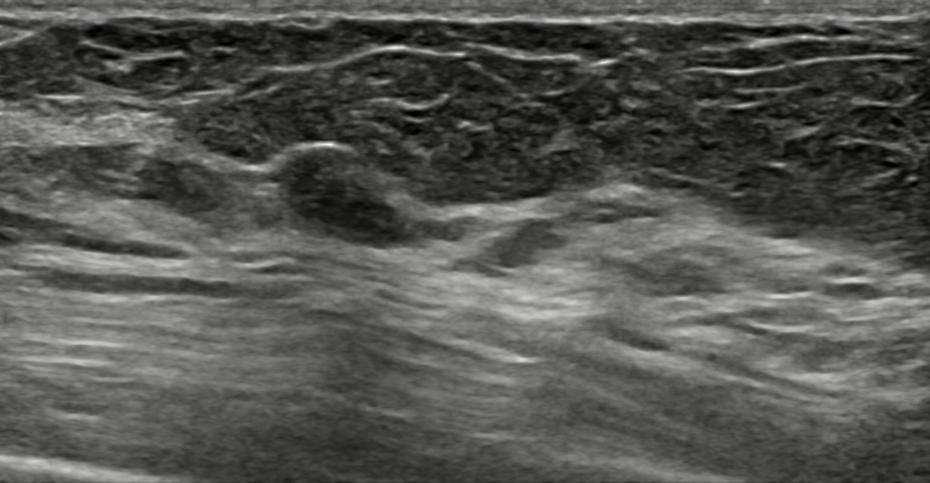
Breast US.
BI-RADS category 3. Verification: follow-up care. Radiologic interpretation: Dysplasia; Fibroadenoma. There are no posterior acoustic features. Shape: irregular. Internally the breast lesion is isoechoic. Margins are circumscribed. No echogenic halo is seen. There are no calcifications. Skin thickening: none.